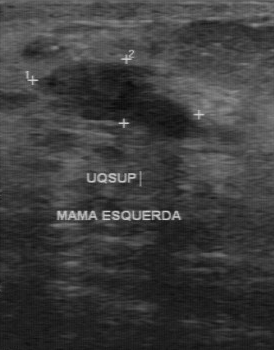
Modality: breast ultrasound scan.
Finding: breast lesion, benign on biopsy or follow-up.